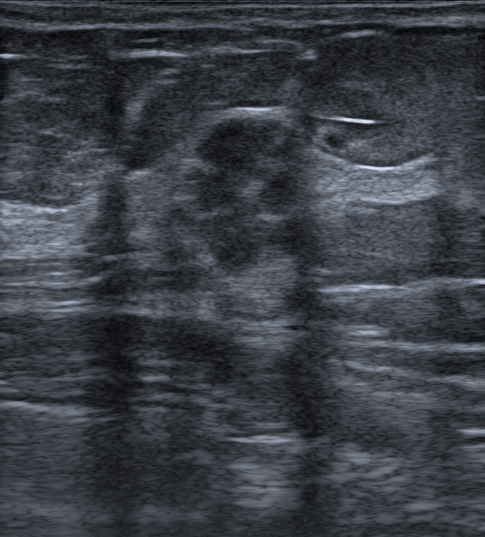
Imaging: B-mode breast ultrasound.
Skin thickening: none. BI-RADS assessment: 4C. Calcifications: in a mass. Biopsy or follow-up result: malignant. Lesion margin: not circumscribed - microlobulated and indistinct. Shape: irregular. Histopathology: Invasive carcinoma of no special type (NST). Echogenic halo: absent. Echotexture: heterogeneous. Posterior acoustic features: none.
OUTCOME ON BIOPSY OR FOLLOW-UP: malignant.